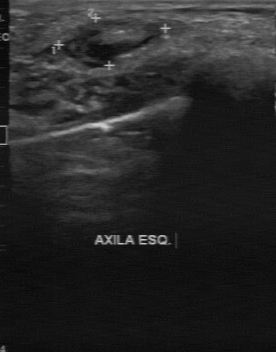
Scanner: GE Logiq 7 @10-14MHz. Breast ultrasound.
This breast ultrasound shows a breast lesion with calcifications: absent, heterogeneous internal echoes, regular contour, clear boundary, outcome on biopsy or follow-up: benign.